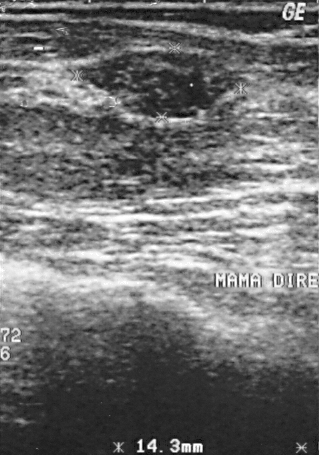
Imaging: breast ultrasound scan.
A finding is seen. It was assessed as BI-RADS 2. Pathology confirmed benign fibroadenoma.